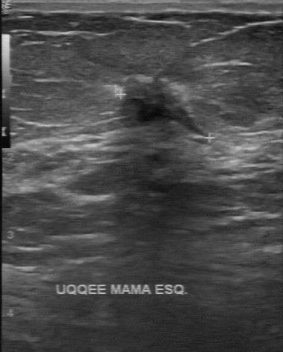
Modality: breast ultrasound.
This breast ultrasound shows a finding, malignant on biopsy or follow-up. BI-RADS 4.